Breast ultrasound image.
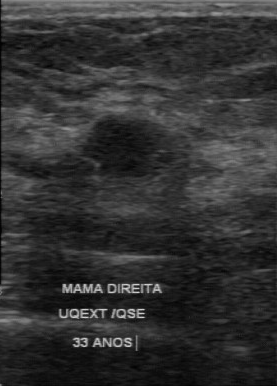
Coordinates are pixels in the 277x386 image. The lesion is located within the bounding box [82, 110, 178, 178]. BI-RADS 4.